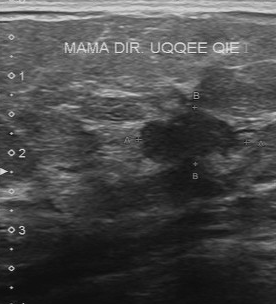
Modality: breast sonogram.
The original reader assigned BI-RADS 5. A second reader, independent of the original assessment, describes a hypoechoic lesion with a partially regular margin; the boundary is fairly clear. Histopathology: invasive ductal carcinoma (malignant).